Scanner: GE Logiq 7 @10-14MHz. Imaging: breast ultrasound.
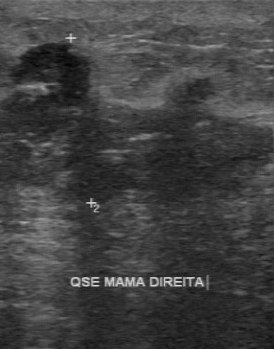
FINDINGS: BI-RADS: 5. Outcome on biopsy or follow-up: malignant.
OUTCOME ON BIOPSY OR FOLLOW-UP: malignant.